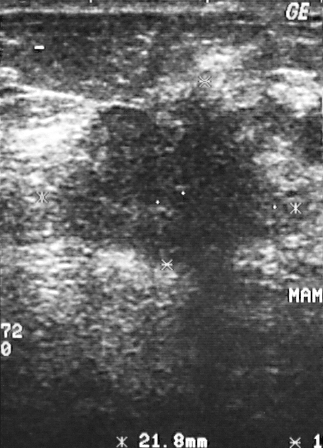
Imaging: breast ultrasound scan.
Biopsy or follow-up result: malignant.